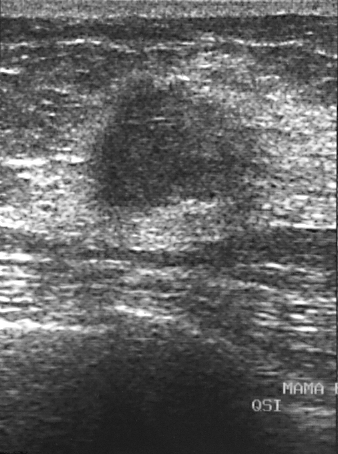
Modality: breast sonogram.
This breast sonogram shows a mass. Assessment: BI-RADS 5. Pathology confirmed malignant invasive ductal carcinoma.